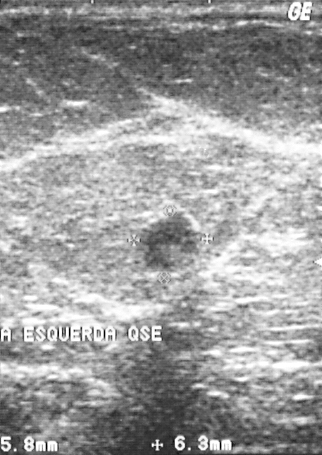
Imaging: B-mode breast ultrasound.
The lesion demonstrates BI-RADS category: 2, biopsy or follow-up result: benign.